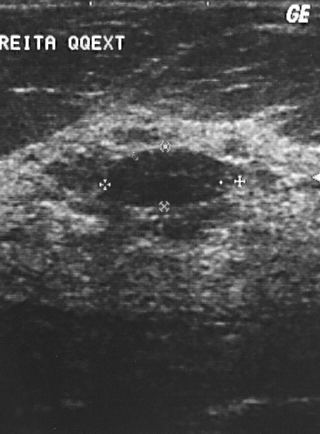
Breast ultrasound. Acquired on GE Logiq 5 @10-12MHz.
A mass is seen. It was assessed as BI-RADS 2. Histopathology: fibroadenoma (benign).